Breast sonogram.
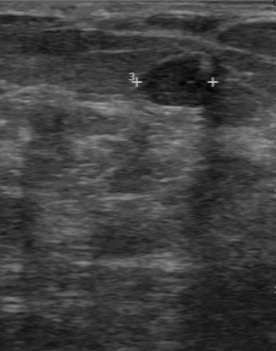
The biopsy result is fibroadenoma. BI-RADS assessment: 3.